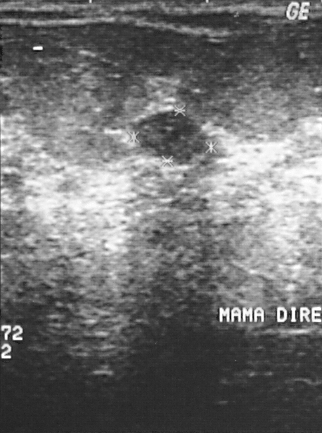
Modality: breast ultrasound image.
Outcome on biopsy or follow-up: benign. The biopsy result was fibroadenoma. Assigned BI-RADS 2.